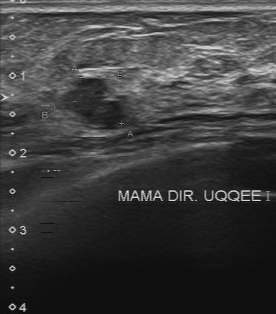
Breast US.
Coordinates are pixels in the 276x314 image. The mass occupies approximately [52, 75, 125, 128].